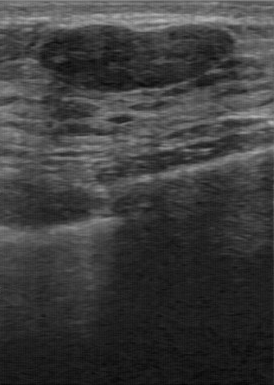
Modality: breast ultrasound.
Lesion characteristics:
- contour: regular
- independent BI-RADS assessment: 3
- calcifications: absent
- lesion boundary: clear
- echogenicity: hypoechoic
- original BI-RADS: 2